Acquired on GE Logiq 5 @10-12MHz. Imaging: breast sonogram.
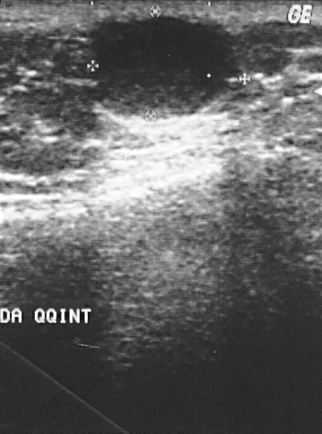
FINDINGS: BI-RADS: 2.
OUTCOME ON BIOPSY OR FOLLOW-UP: benign.